Imaging: B-mode breast ultrasound.
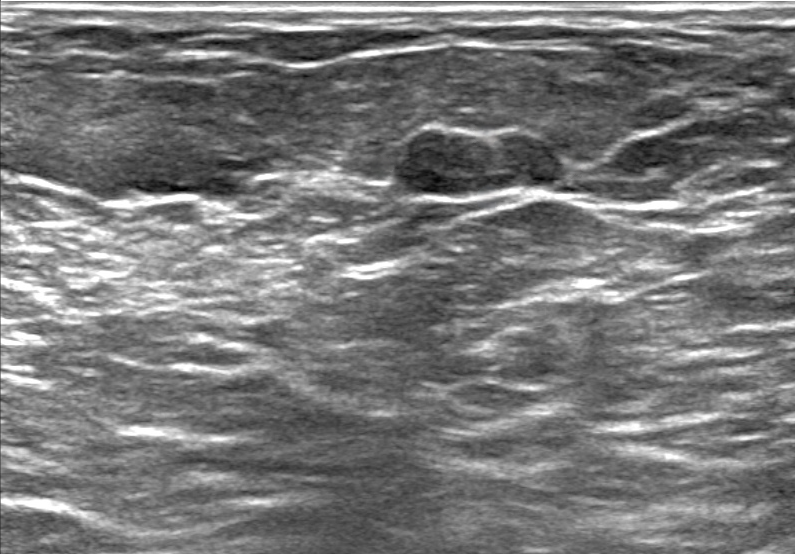
FINDINGS: B-mode breast ultrasound. Skin thickening: none. Radiologist impression: Dysplasia. Calcifications: absent. Confirmed outcome (biopsy or follow-up): benign. BI-RADS assessment: 4A. Verification: confirmed by biopsy. Echogenic halo: none. Lesion shape: oval. Lesion margin: circumscribed.
OUTCOME ON BIOPSY OR FOLLOW-UP: benign.